Modality: breast ultrasound image.
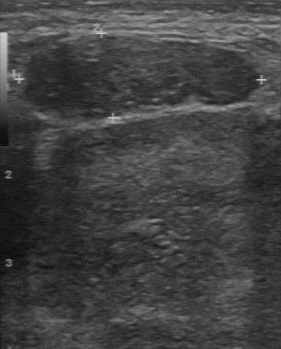
BI-RADS (first reader): 4. Echo pattern: slightly hypoechoic. Second-reader BI-RADS: 3.
OUTCOME ON BIOPSY OR FOLLOW-UP: malignant.